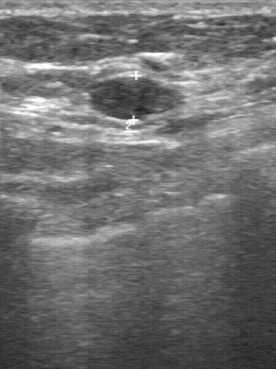
Modality: breast sonogram.
BI-RADS 3 in the original read. Findings on the second read (an independent reader): a slightly hypoechoic finding, margin regular, boundary clear. Pathology confirmed benign fibroadenoma.